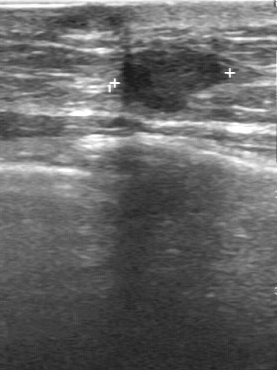
Modality: breast ultrasound.
Breast ultrasound findings:
- BI-RADS category: 5
- confirmed outcome (biopsy or follow-up): malignant